Imaging: breast sonogram.
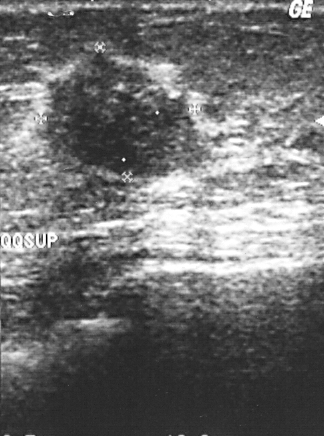
(coordinates in a 324x436 pixel frame) Lesion region of interest: (35, 51) to (213, 180).